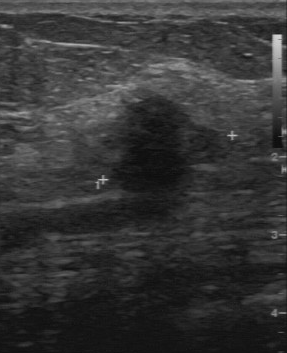
Imaging: breast US.
The mass was assessed as BI-RADS 4 by the original reader. The following findings are from a second reader, independent of the original assessment. The mass has an irregular margin. Its boundary is unclear. Internally the mass is hypoechoic. No calcifications are seen. The biopsy result was medullary carcinoma; the mass is malignant.